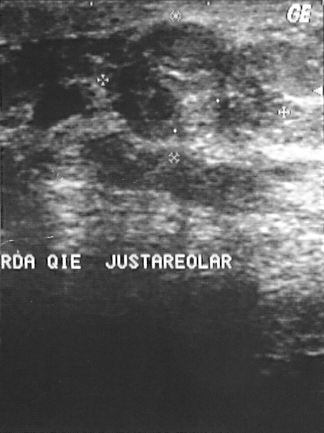
Breast ultrasound. Acquired on GE Logiq 5 @10-12MHz.
Lesion: benign on biopsy or follow-up.